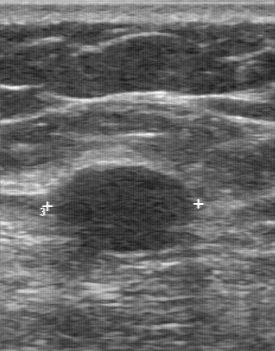
Modality: breast ultrasound.
The original reader assigned BI-RADS 2. On a second read by an independent reader: Margin: partially regular. The lesion boundary is fairly clear. Echo pattern: hypoechoic. No calcifications are seen. Biopsy showed cyst, a benign finding.